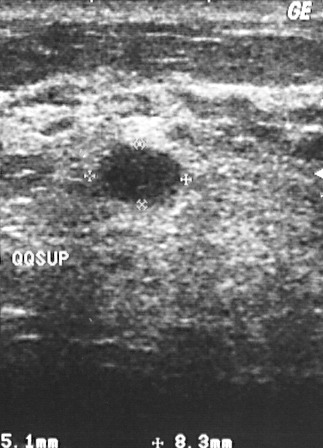
Imaging: B-mode breast ultrasound.
Lesion characteristics:
- BI-RADS assessment: 2